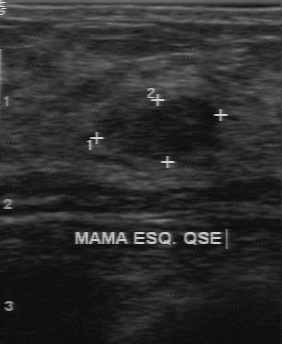
Breast US. Scanner: GE Logiq 7 @10-14MHz.
FINDINGS: Breast US. BI-RADS: 3. Confirmed outcome (biopsy or follow-up): benign.
OUTCOME ON BIOPSY OR FOLLOW-UP: benign.